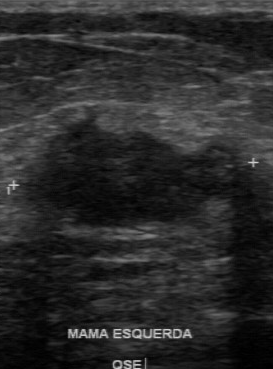
Imaging: breast US.
BI-RADS 4 in the original read; on a second read the margin is irregular, the boundary unclear and the lesion hypoechoic. Pathology confirmed malignant invasive ductal carcinoma.